Breast ultrasound.
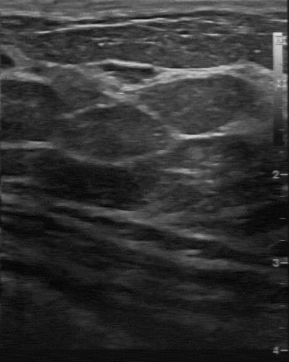
FINDINGS: BI-RADS on independent re-read: 2. Internal echoes: hypoechoic. Pathology: sclerosing adenosis. Margin: regular.
OUTCOME ON BIOPSY OR FOLLOW-UP: benign.